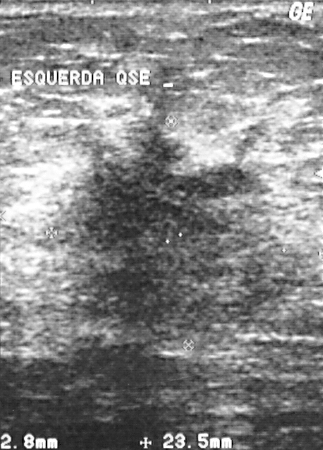
Modality: breast ultrasound.
The lesion is malignant on biopsy or follow-up.